B-mode breast ultrasound.
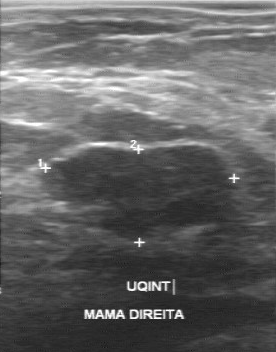
Calcifications: none. Pathology: fibroadenoma. Contour: regular. Lesion boundary: clear. Confirmed outcome (biopsy or follow-up): benign. Echogenicity: hypoechoic.
OUTCOME ON BIOPSY OR FOLLOW-UP: benign.